Imaging: breast sonogram.
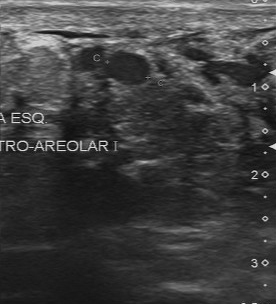
This breast sonogram shows a mass, benign on biopsy or follow-up. BI-RADS 2.